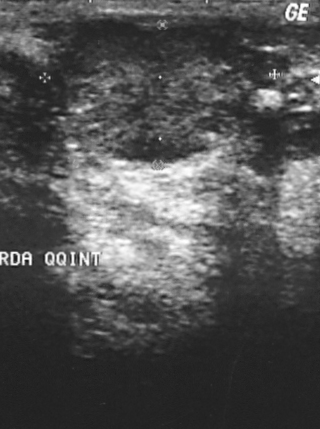
Breast sonogram.
A breast lesion is present on this breast sonogram. It was assessed as BI-RADS 4. Histopathology: invasive ductal carcinoma (malignant).